Acquired on GE Logiq 7 @10-14MHz. Imaging: B-mode breast ultrasound.
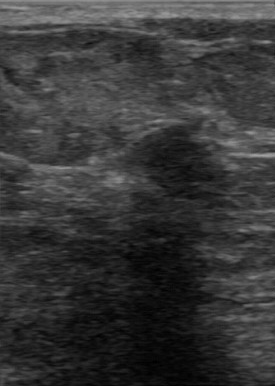
This B-mode breast ultrasound shows a mass, benign on biopsy or follow-up.